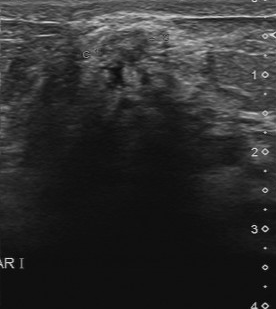
Breast ultrasound scan.
A breast lesion is seen with calcifications: suspected, somewhat unclear lesion boundary, partially regular lesion margin, slightly hypoechoic echo pattern.